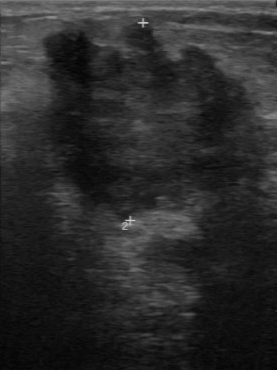
Breast ultrasound image.
A mass is seen with biopsy result: invasive ductal carcinoma, BI-RADS (second read): 4C, outcome on biopsy or follow-up: malignant.